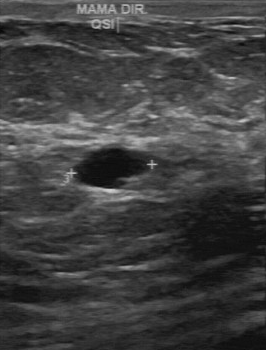
Modality: breast ultrasound image.
A finding is seen with fairly clear boundary, partially regular margin, calcifications: absent, anechoic echo pattern.